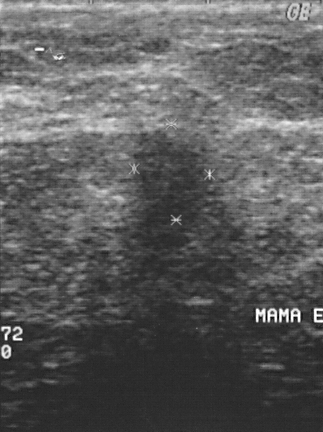
Imaging: breast US.
This breast lesion proved malignant on biopsy or follow-up.
Histopathology: invasive ductal carcinoma.
BI-RADS assessment: 4.